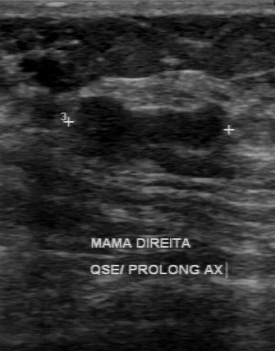
Acquired on GE Logiq 7 @10-14MHz. Breast ultrasound.
Coordinates are pixels in the 275x351 image. Segment the mass: bounding box [73, 96, 225, 167]. The mass is benign on biopsy or follow-up. BI-RADS 4.